Modality: B-mode breast ultrasound.
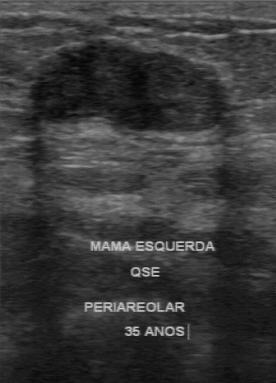
- boundary: clear
- second-reader BI-RADS: 3
- echogenicity: hypoechoic
- BI-RADS (first reader): 2